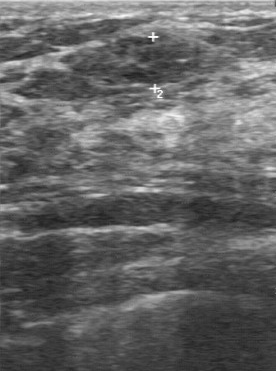
Imaging: B-mode breast ultrasound.
The lesion is benign on biopsy or follow-up. BI-RADS 3.